Modality: breast ultrasound scan.
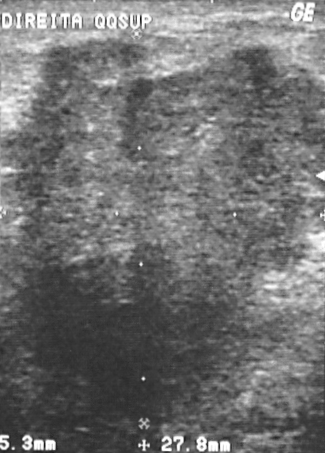
A finding is seen. BI-RADS category 5. Biopsy showed invasive ductal carcinoma, a malignant finding.